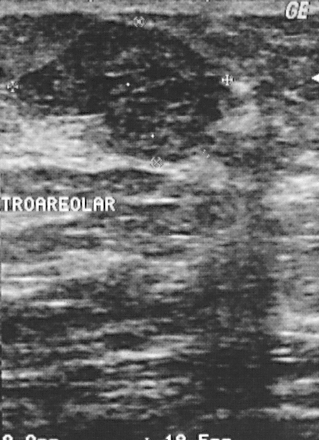
Acquired on GE Logiq 5 @10-12MHz. Imaging: breast US.
A mass is present on this breast US. BI-RADS category 2. The biopsy result was fibroadenoma; the mass is benign.